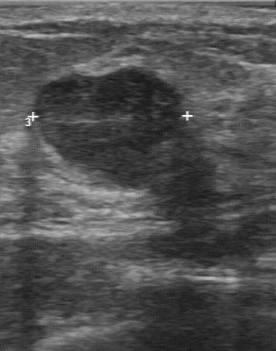
Imaging: breast sonogram.
BI-RADS 3 in the original read.
The following findings are from a second reader, independent of the original assessment.
No calcifications are seen.
Echo pattern: hypoechoic.
Its boundary is clear.
The mass has a regular margin.
The biopsy result was fibroadenoma; the mass is benign.